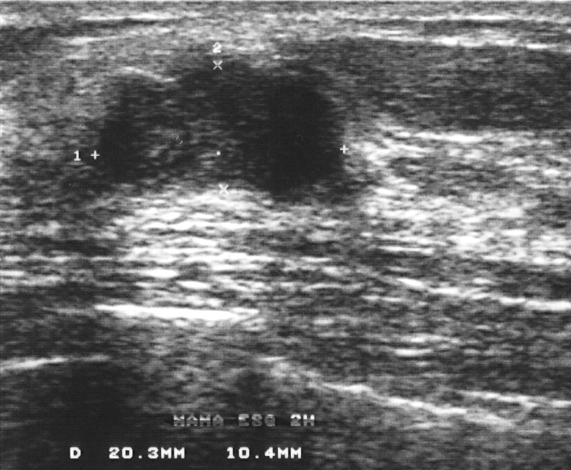
Imaging: breast US.
(coordinates in a 571x470 pixel frame) The breast lesion occupies approximately [98, 63, 339, 195]. The breast lesion is benign on biopsy or follow-up.